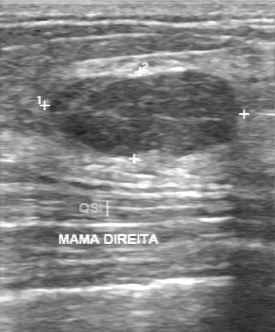
Scanner: GE Logiq 7 @10-14MHz. Imaging: breast US.
This breast US shows a lesion, benign on biopsy or follow-up. (BI-RADS category 3.)